Breast US.
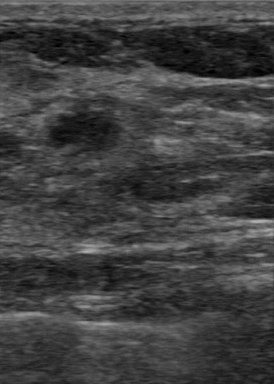
The lesion demonstrates confirmed outcome (biopsy or follow-up): benign, histopathology: phyllodes tumor, BI-RADS: 4.